Acquired on GE Logiq 7 @10-14MHz. Imaging: breast ultrasound image.
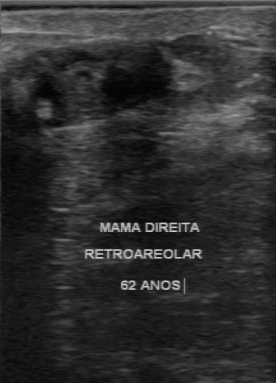
Coordinates are pixels in the 276x383 image. Lesion bounding box: 11 39 174 129. The lesion is malignant on biopsy or follow-up. BI-RADS 4.